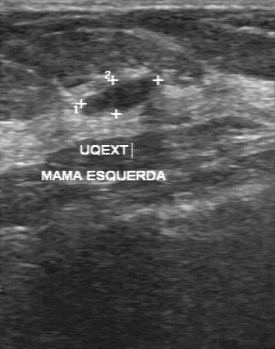
Breast ultrasound image.
The finding demonstrates regular contour, clear lesion boundary, confirmed outcome (biopsy or follow-up): benign, calcifications: absent, slightly hypoechoic echo pattern.